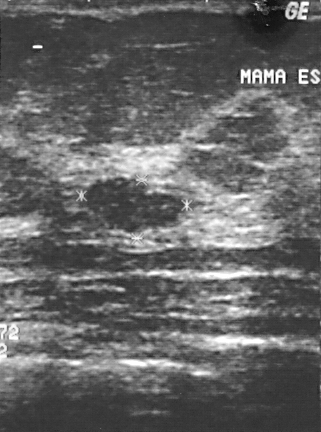
Breast ultrasound scan.
Mass: benign on biopsy or follow-up.